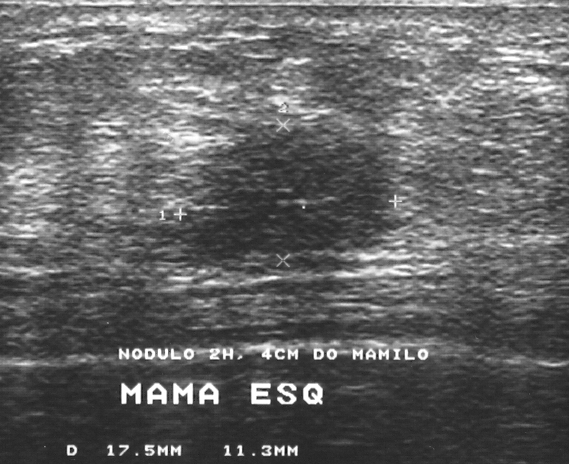
Imaging: breast sonogram.
The mass demonstrates BI-RADS assessment: 4, outcome on biopsy or follow-up: malignant.